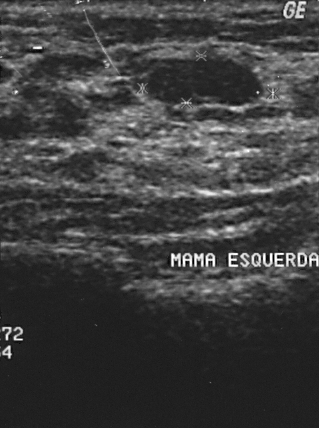
Scanner: GE Logiq 5 @10-12MHz. Imaging: breast sonogram.
Segment the lesion: bounding box (148, 59) to (262, 104). The lesion is benign on biopsy or follow-up.